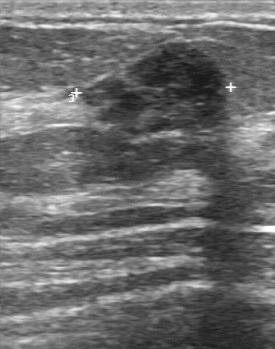
B-mode breast ultrasound.
Lesion characteristics:
- calcifications: none
- BI-RADS (second read): 3
- boundary: fairly clear